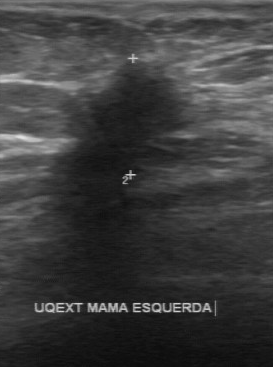
Imaging: B-mode breast ultrasound.
Outcome on biopsy or follow-up: benign. Lesion margin: irregular. Calcifications: absent. Internal echoes: hypoechoic. Boundary: unclear.
OUTCOME ON BIOPSY OR FOLLOW-UP: benign.